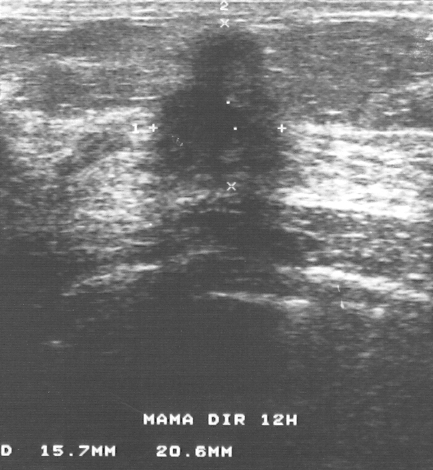
Imaging: B-mode breast ultrasound.
Coordinates are pixels in the 433x470 image. Segment the finding: bounding box (151,23)-(297,192).